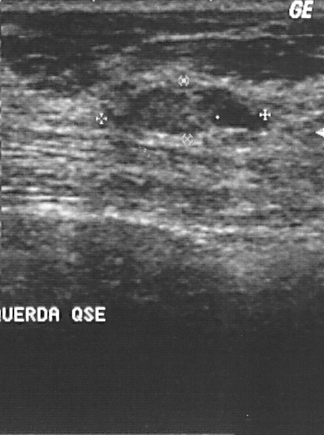
Imaging: breast ultrasound.
This breast ultrasound shows a lesion. BI-RADS category 2. Biopsy showed fibroadenoma, a benign finding.